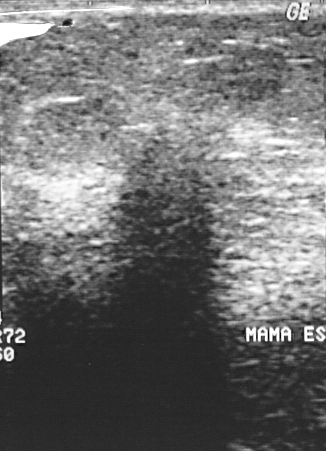
Imaging: B-mode breast ultrasound. Acquired on GE Logiq 5 @10-12MHz.
(coordinates in a 326x451 pixel frame) Lesion region of interest: 112 124 216 289.